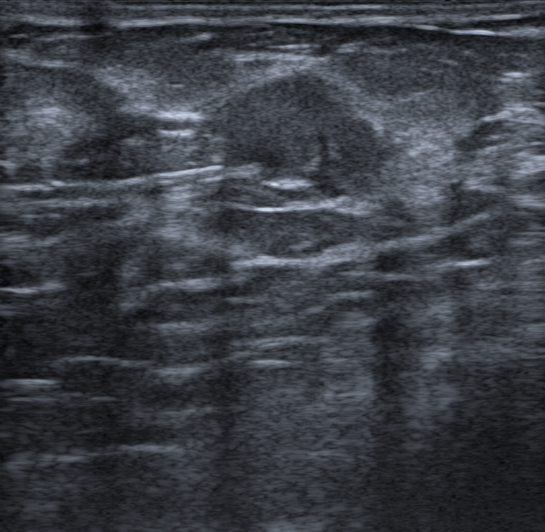
Imaging: breast sonogram.
Coordinates are pixels in the 545x532 image. Lesion region of interest: 194 68 404 201.